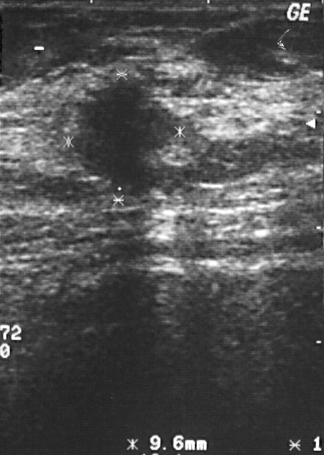
Modality: B-mode breast ultrasound.
A breast lesion is seen. Assessment: BI-RADS 4. Histopathology: invasive ductal carcinoma (malignant).